Imaging: B-mode breast ultrasound.
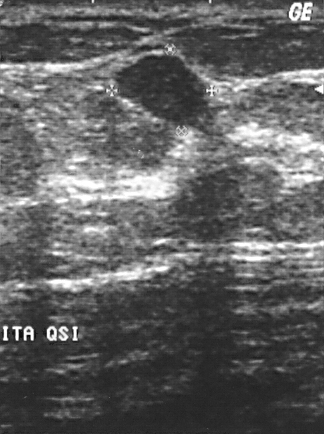
This B-mode breast ultrasound shows a breast lesion. Assessment: BI-RADS 2. Biopsy showed sclerosing adenosis, a benign finding.